Imaging: breast ultrasound.
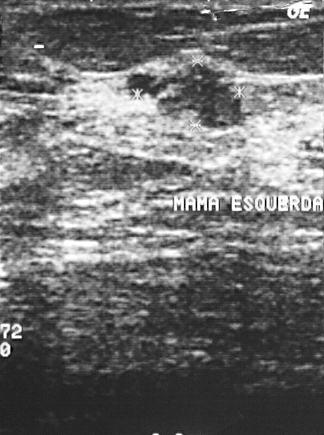
BI-RADS assessment: 4.
This breast lesion proved benign on biopsy or follow-up.
Biopsy showed fibrocystic changes, a benign finding.